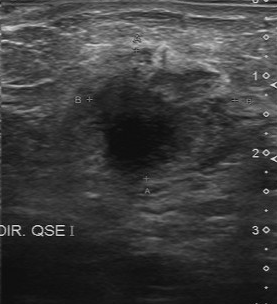
Breast sonogram.
The breast lesion demonstrates BI-RADS: 5, histopathology: invasive ductal carcinoma.